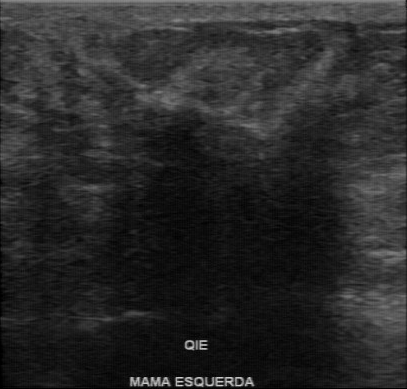
Breast sonogram.
This breast sonogram shows a mass with hypoechoic echo pattern, pathology: invasive ductal carcinoma, biopsy or follow-up result: malignant, calcifications: none, unclear lesion boundary, irregular contour.